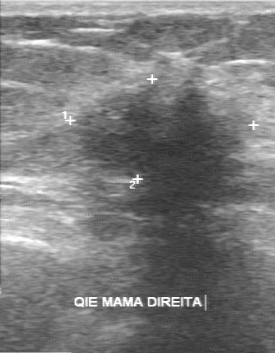
Modality: breast sonogram.
This breast sonogram shows a mass, malignant on biopsy or follow-up.